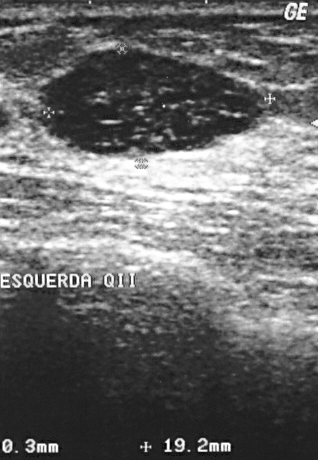
Breast ultrasound.
This breast ultrasound shows a breast lesion. It was assessed as BI-RADS 2. Histopathology: cyst (benign).